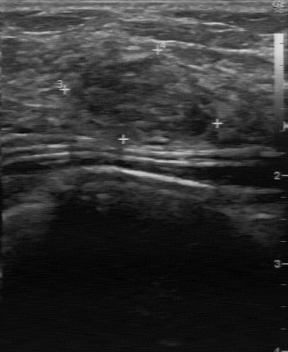
Modality: breast sonogram.
Pixel coordinates (x1, y1, x2, y2): The breast lesion occupies approximately (79,54)-(212,136). The breast lesion is benign on biopsy or follow-up.